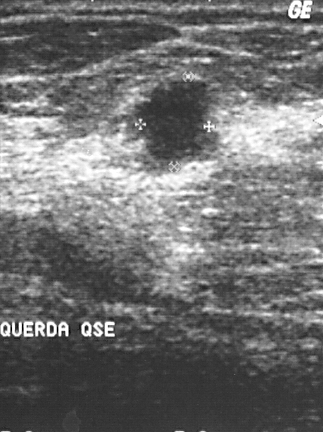
Breast sonogram.
This breast sonogram shows a lesion with BI-RADS assessment: 4, histopathology: invasive ductal carcinoma.